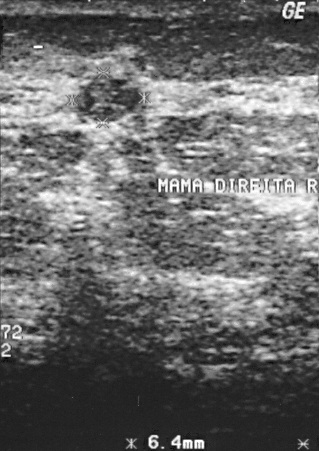
Breast US. Scanner: GE Logiq 5 @10-12MHz.
This finding proved benign on biopsy or follow-up. The biopsy result was proliferative lesions; the finding is benign. The finding is assessed as BI-RADS 2.